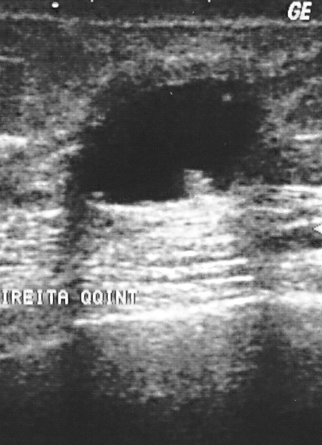
Imaging: B-mode breast ultrasound.
Finding: mass, benign on biopsy or follow-up. BI-RADS 4.